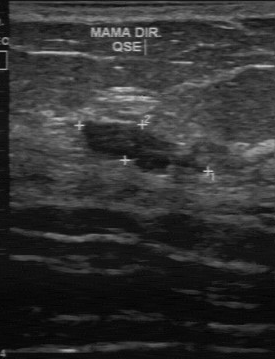
Modality: breast ultrasound. Scanner: GE Logiq 7 @10-14MHz.
FINDINGS: Breast ultrasound. Calcifications: none. Echogenicity: slightly hypoechoic. Boundary: fairly clear. Lesion margin: partially regular. Confirmed outcome (biopsy or follow-up): benign.
OUTCOME ON BIOPSY OR FOLLOW-UP: benign.